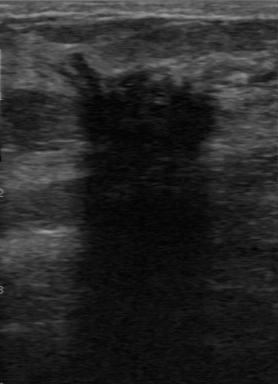
Imaging: B-mode breast ultrasound. Scanner: GE Logiq 7 @10-14MHz.
The breast lesion was categorized BI-RADS 4 in the original read. A second reader, independent of the original assessment, describes a hypoechoic breast lesion with an irregular margin; the boundary is unclear. Calcifications: suspected. Histopathology: invasive ductal carcinoma (malignant).